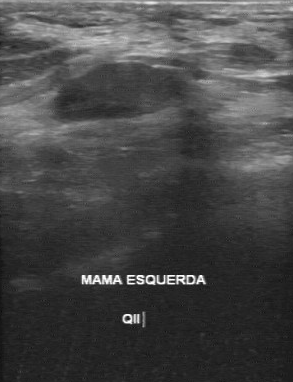
Imaging: breast ultrasound. Scanner: GE Logiq 7 @10-14MHz.
The mass was categorized BI-RADS 3 in the original read. The following findings are from a second reader, independent of the original assessment. The mass has a regular margin. The lesion boundary is clear. The mass is hypoechoic. No calcifications are seen. Histopathology: fibroadenoma (benign).